Imaging: breast sonogram.
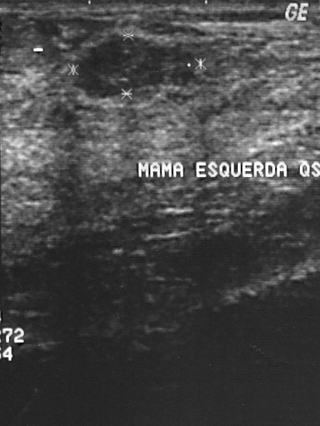
The breast lesion demonstrates confirmed outcome (biopsy or follow-up): benign, BI-RADS assessment: 2.